Breast ultrasound scan.
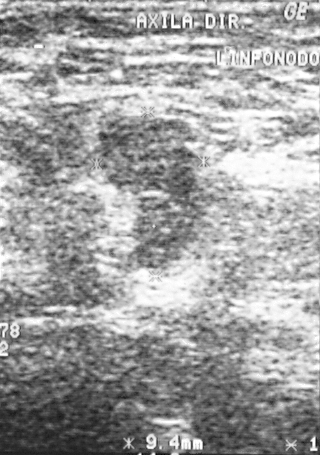
Histopathology: lymphoma. Biopsy or follow-up result: malignant. The finding is assessed as BI-RADS 5.